Imaging: breast ultrasound scan.
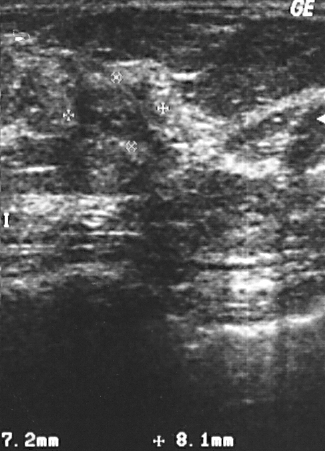
Biopsy or follow-up result: malignant.